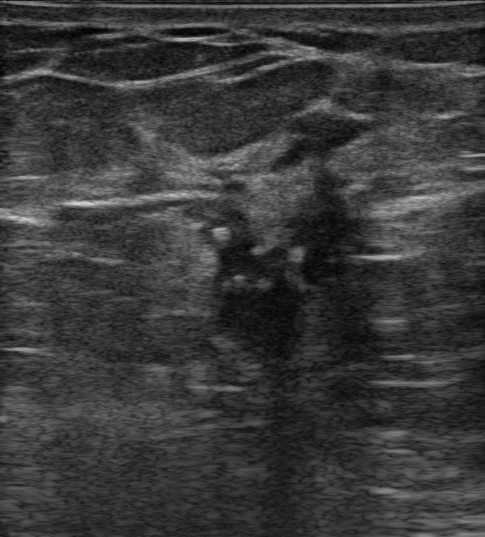
Breast ultrasound.
Outcome on biopsy or follow-up: malignant.
The breast lesion is assessed as BI-RADS 5.
It has an irregular shape.
Margin: not circumscribed, spiculated.
Echogenicity: heterogeneous.
There is posterior acoustic shadowing.
Echogenic halo: absent.
Calcifications: in a mass.
There is no skin thickening.